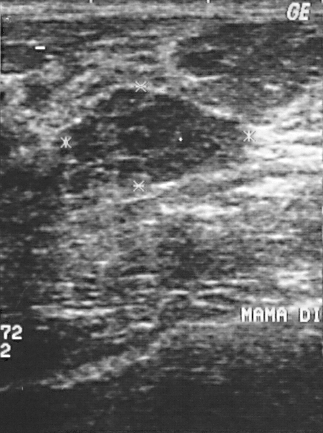
Imaging: breast sonogram.
Lesion region of interest: x1=61, y1=87, x2=220, y2=179.